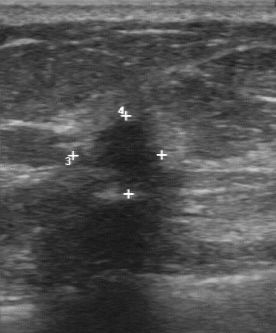
Scanner: GE Logiq 7 @10-14MHz. B-mode breast ultrasound.
Original-read BI-RADS category: 5. A second reader, independent of the original assessment, describes a hypoechoic finding with a partially regular margin; the boundary is unclear. No calcifications are seen. Biopsy showed invasive ductal carcinoma, a malignant finding.